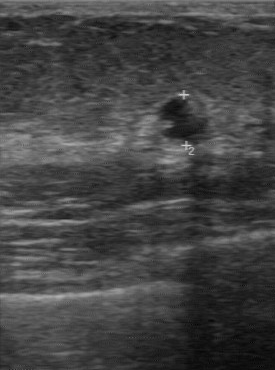
Imaging: breast ultrasound scan.
BI-RADS category: 4. Biopsy or follow-up result: benign.
OUTCOME ON BIOPSY OR FOLLOW-UP: benign.